Breast sonogram.
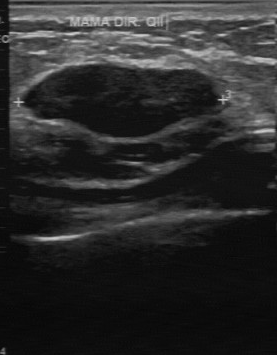
The lesion was assessed as BI-RADS 3 by the original reader.
Descriptors from an independent second read (not the reader who assigned the category):
The lesion has a regular margin.
Its boundary is clear.
Echo pattern: hypoechoic.
No calcifications are seen.
Histopathology: fibroadenoma (benign).